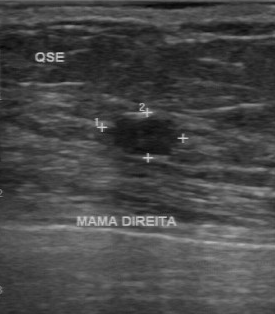
Scanner: GE Logiq 7 @10-14MHz. Imaging: breast sonogram.
BI-RADS 3 in the original read. On a second, independent read, a mass with a regular margin and a clear boundary is seen; it is hypoechoic. Pathology confirmed benign fibroadenoma.